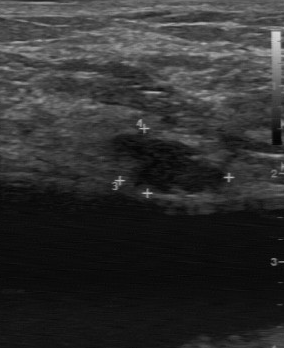
Scanner: GE Logiq 7 @10-14MHz. Imaging: B-mode breast ultrasound.
Biopsy or follow-up result: benign. BI-RADS 4.